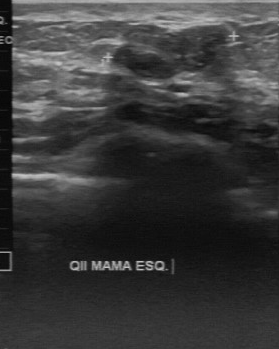
Imaging: breast ultrasound.
This breast ultrasound shows a breast lesion with calcifications: none, second-reader BI-RADS: 3, partially regular contour, fairly clear lesion boundary.